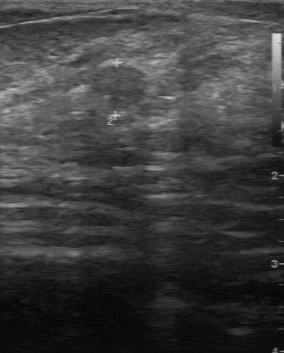
Imaging: breast US.
The lesion was assessed as BI-RADS 3 by the original reader. Findings on the second read (an independent reader): a slightly hypoechoic lesion, margin partially regular, boundary fairly clear. There are no calcifications. Biopsy showed cyst, a benign finding.